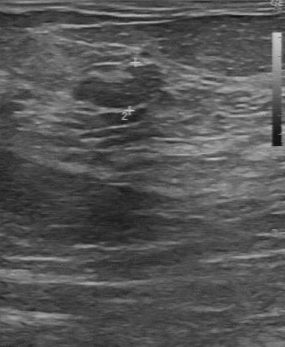
Modality: breast ultrasound image. Scanner: GE Logiq 7 @10-14MHz.
FINDINGS: BI-RADS category: 3. Histopathology: fibroadenoma. Outcome on biopsy or follow-up: benign.
OUTCOME ON BIOPSY OR FOLLOW-UP: benign.